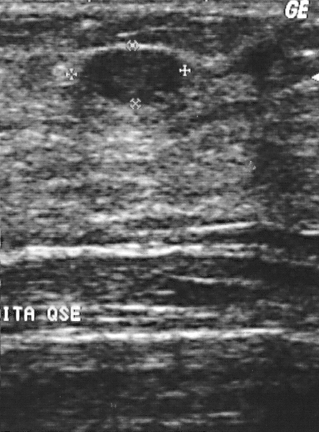
Scanner: GE Logiq 5 @10-12MHz. Modality: breast ultrasound.
Pixel coordinates (x1, y1, x2, y2): Segment the mass: bounding box [81, 50, 179, 102]. The mass is benign on biopsy or follow-up. BI-RADS 2.